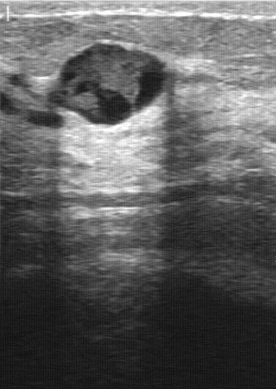
Imaging: breast US. Acquired on GE Logiq 7 @10-14MHz.
Lesion characteristics:
- calcifications: absent
- contour: regular
- boundary: clear
- echo pattern: mixed cystic and solid
- BI-RADS (second read): 4A